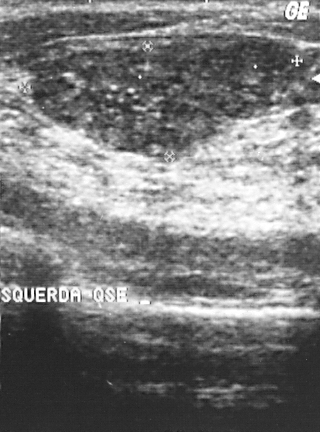
Breast ultrasound image.
(coordinates in a 320x432 pixel frame) Mass bounding box: x1=32, y1=42, x2=295, y2=157. The mass is benign on biopsy or follow-up. BI-RADS 2.